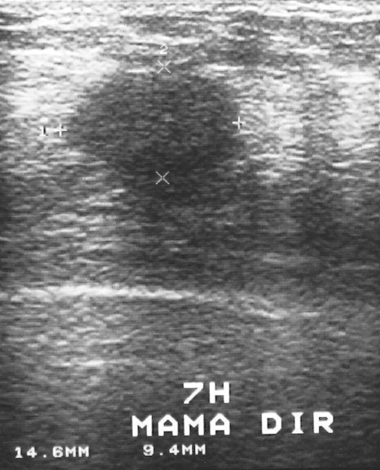
Acquired on GE Logiq 5 @10-12MHz. Modality: B-mode breast ultrasound.
A lesion is present on this B-mode breast ultrasound. It was assessed as BI-RADS 4. Pathology confirmed malignant invasive ductal carcinoma.